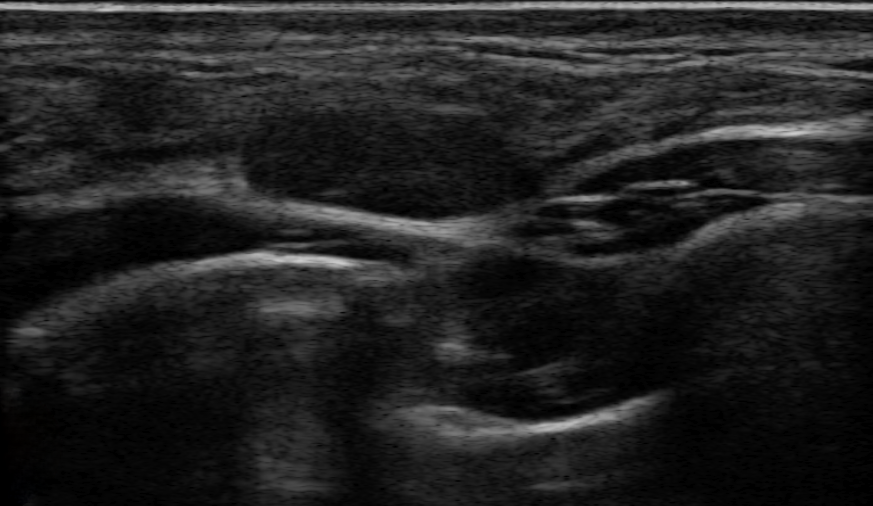
Breast ultrasound image.
Margins are circumscribed. Skin thickening: none. There is no echogenic halo. No calcifications are seen. The breast lesion is hypoechoic. No posterior acoustic features are seen. The breast lesion appears oval. Biopsy confirmed fibroadenoma. BI-RADS category 3.